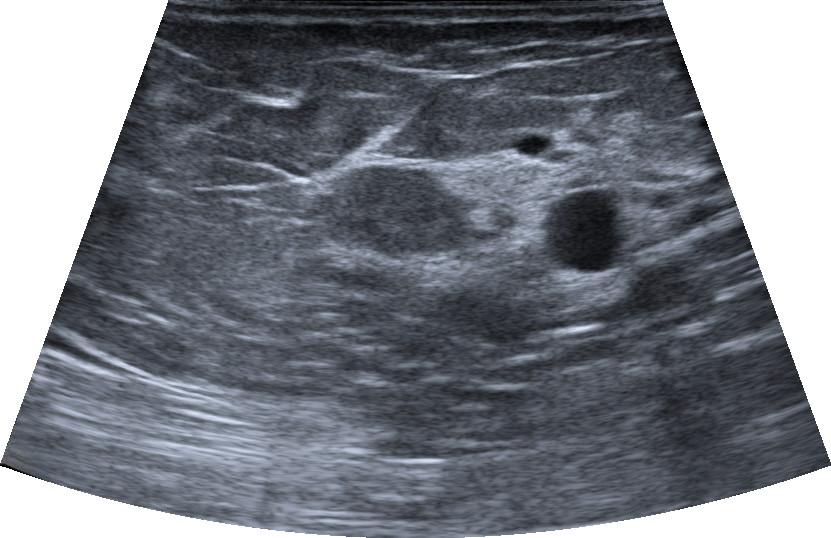
B-mode breast ultrasound.
The lesion is benign on biopsy or follow-up. (BI-RADS category 4B.)